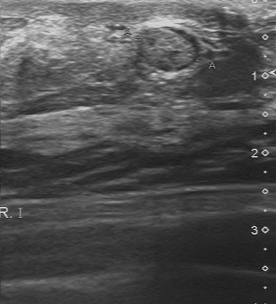
Imaging: breast ultrasound.
Biopsy or follow-up result is benign. The BI-RADS assessment is 3. Histopathology is hyperplasia.